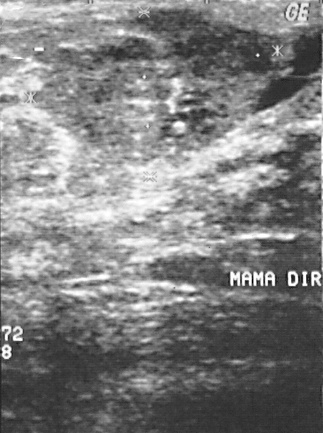
Breast US.
A mass is seen. Assessment: BI-RADS 4. Histopathology: invasive ductal carcinoma (malignant).